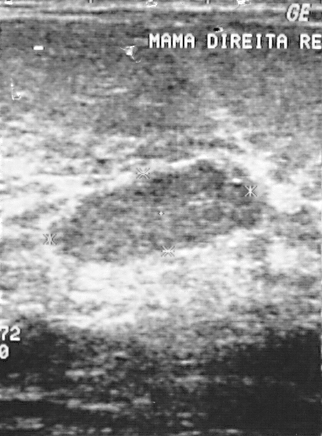
Breast ultrasound.
This breast ultrasound shows a mass, malignant on biopsy or follow-up. (BI-RADS category 2.)